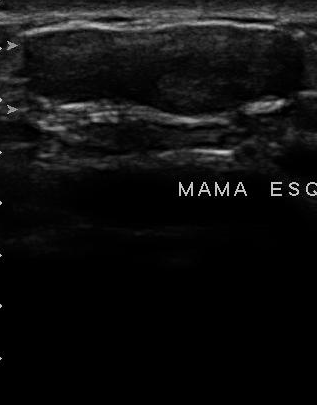
Modality: breast ultrasound scan.
Lesion: benign on biopsy or follow-up. (BI-RADS category 2.)